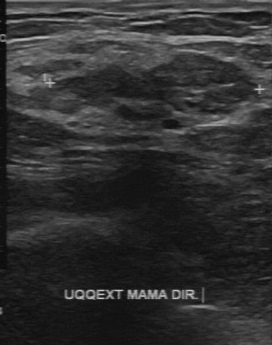
Scanner: GE Logiq 7 @10-14MHz. Breast ultrasound image.
Contour is partially regular. Histopathology: fibroadenoma. The echo pattern is slightly hypoechoic. There are no calcifications. Boundary is fairly clear.